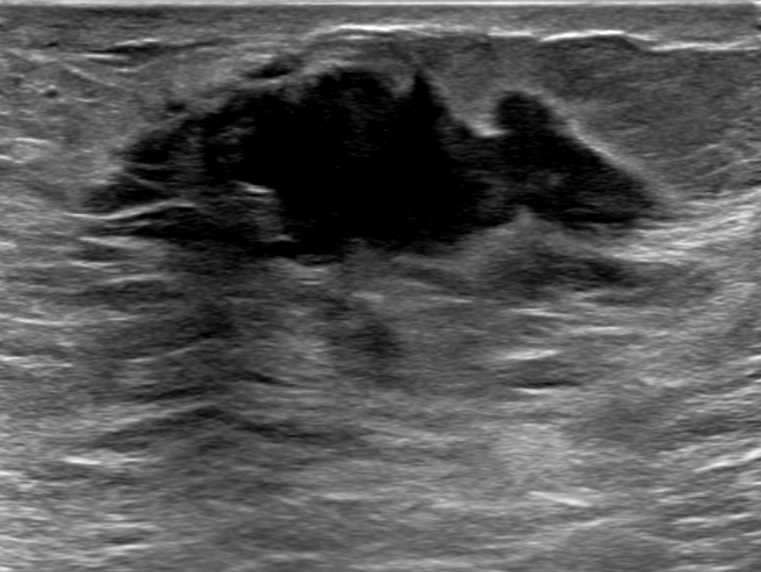
Breast ultrasound image.
Histopathology: Invasive carcinoma of no special type (NST). The breast lesion is assessed as BI-RADS 5. Radiologist's impression: Suspicion of malignancy. There is skin thickening. No echogenic halo is seen. Shape: irregular. No calcifications are seen. Its echo pattern is hypoechoic. Margin: not circumscribed, angular and microlobulated. No posterior acoustic features are seen.